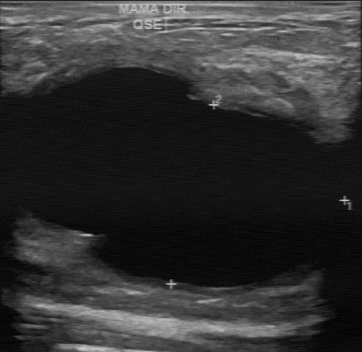
Imaging: breast ultrasound.
This breast ultrasound shows a mass with independent BI-RADS assessment: 4A, hypoechoic internal echoes, fairly clear lesion boundary, calcifications: none, biopsy or follow-up result: benign.